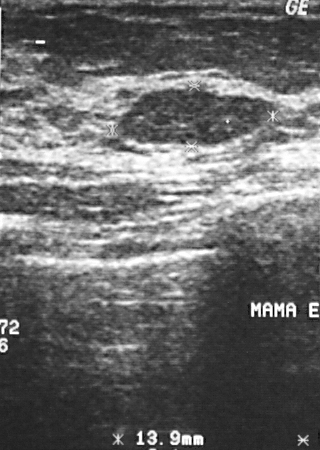
Breast US.
The lesion is benign on biopsy or follow-up. (BI-RADS category 2.)